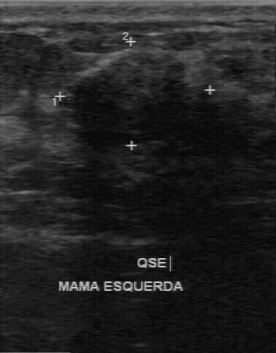
Imaging: breast ultrasound.
A finding is seen with BI-RADS (second read): 3, regular lesion margin, clear boundary, original BI-RADS: 3.